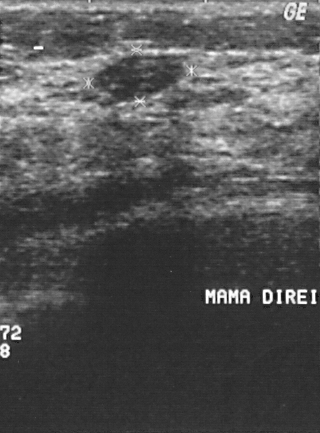
Modality: B-mode breast ultrasound.
Histopathology: fibroadenoma (benign). Assigned BI-RADS 2. Outcome on biopsy or follow-up: benign.